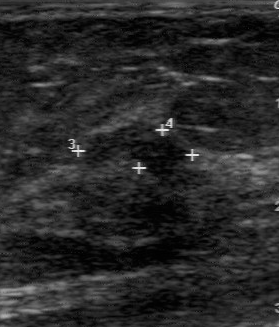
B-mode breast ultrasound.
The original reader assigned BI-RADS 4. On a second, independent read, a mass with a partially regular margin and a fairly clear boundary is seen; it is hypoechoic. No calcifications are seen. Pathology confirmed benign fibroadenoma.